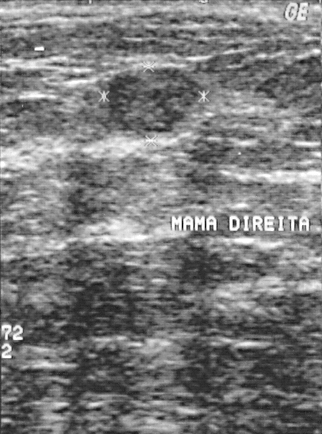
Modality: B-mode breast ultrasound.
Coordinates are pixels in the 322x434 image. Lesion region of interest: x1=108, y1=68, x2=196, y2=131. The mass is benign on biopsy or follow-up.